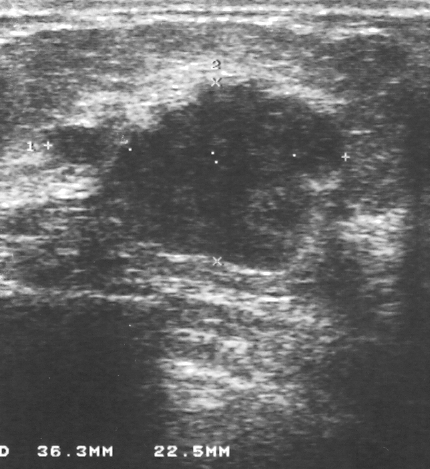
Imaging: breast US.
A breast lesion is seen. It was assessed as BI-RADS 5. Biopsy showed invasive ductal carcinoma, a malignant finding.